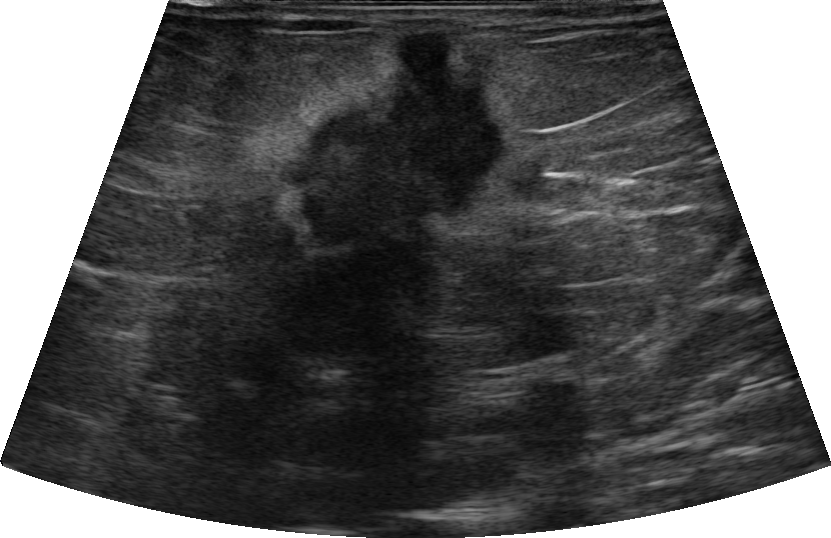
Imaging: breast ultrasound.
There is no skin thickening.
No calcifications are seen.
Internally the mass is hypoechoic.
Shape: irregular.
Margins are not circumscribed, with spiculated, angular and indistinct features.
There is an echogenic halo.
Posterior features: shadowing.
The mass is assessed as BI-RADS 5.
Biopsy result: Invasive carcinoma of no special type (NST).